Modality: breast US. Acquired on GE Logiq 7 @10-14MHz.
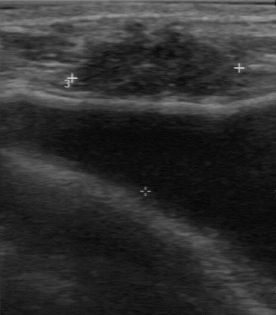
A mass is seen with partially regular lesion margin, BI-RADS on independent re-read: 4A, BI-RADS (first reader): 4.